Modality: breast ultrasound.
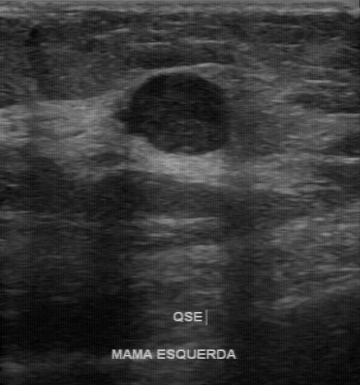
FINDINGS: Outcome on biopsy or follow-up: malignant. BI-RADS: 4.
OUTCOME ON BIOPSY OR FOLLOW-UP: malignant.